Breast ultrasound image. Scanner: GE Logiq 7 @10-14MHz.
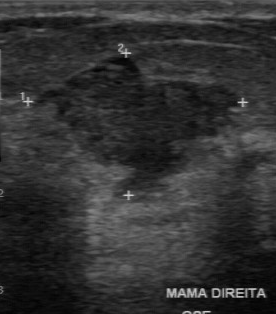
Original-read BI-RADS category: 4. The following findings are from a second reader, independent of the original assessment. Internally the finding is hypoechoic. The lesion boundary is somewhat unclear. There are no calcifications. The margin is partially regular. The biopsy result was fibroadenoma; the finding is benign.